Modality: breast US.
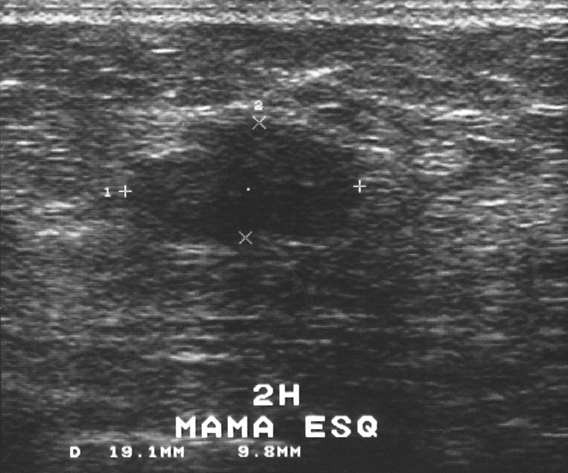
Mass: benign on biopsy or follow-up.